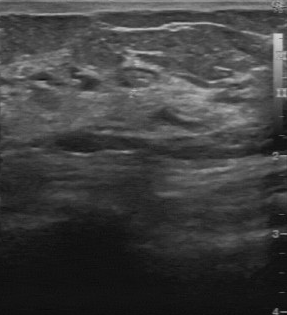
Imaging: breast ultrasound scan. Scanner: GE Logiq 7 @10-14MHz.
This breast ultrasound scan shows a finding with BI-RADS on independent re-read: 2, slightly hypoechoic echo pattern, clear boundary.